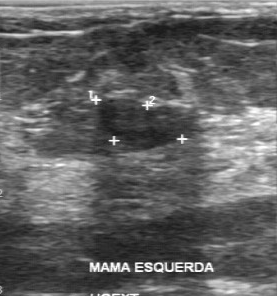
Scanner: GE Logiq 7 @10-14MHz. Modality: breast ultrasound scan.
Original-read BI-RADS category: 2. On a second, independent read, a lesion with a regular margin and a clear boundary is seen; it is slightly hypoechoic. Biopsy showed fibroadenoma, a benign finding.